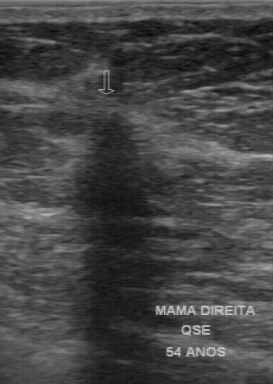
Breast ultrasound.
Outcome on biopsy or follow-up: malignant.